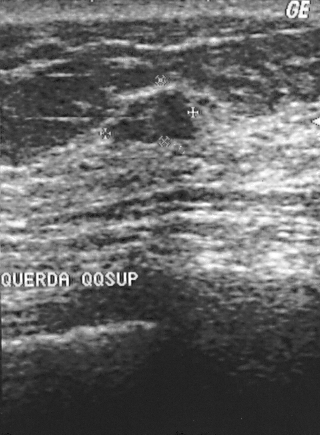
Modality: B-mode breast ultrasound.
Pathology confirmed fibrocystic changes. The lesion is assessed as BI-RADS 2. Outcome on biopsy or follow-up: benign.